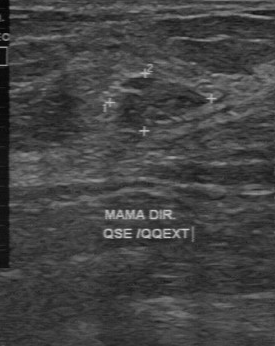
Imaging: breast ultrasound.
FINDINGS: Boundary: fairly clear. Calcifications: none. Echo pattern: slightly hypoechoic. BI-RADS (first reader): 2. Lesion margin: partially regular. Outcome on biopsy or follow-up: benign. Independent BI-RADS assessment: 3.
OUTCOME ON BIOPSY OR FOLLOW-UP: benign.